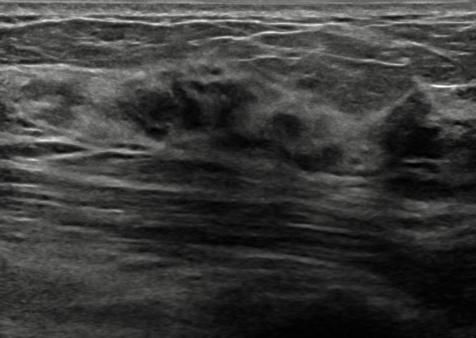
Background tissue composition: heterogeneous: predominantly fibroglandular. Age 76. Imaging: breast sonogram.
(coordinates in a 476x338 pixel frame) Segment the lesion: bounding box [117, 80, 354, 174]. The lesion is benign on biopsy or follow-up.